Modality: B-mode breast ultrasound.
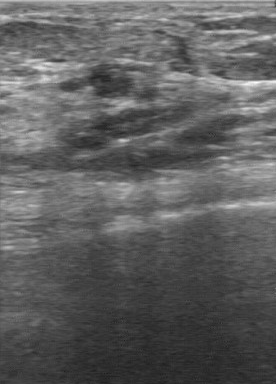
Original BI-RADS: 3. The margin is regular. Calcifications are absent. The second-reader BI-RADS is 3. Biopsy result: hyperplasia. Confirmed outcome (biopsy or follow-up) is benign. Lesion boundary: clear.